Modality: B-mode breast ultrasound.
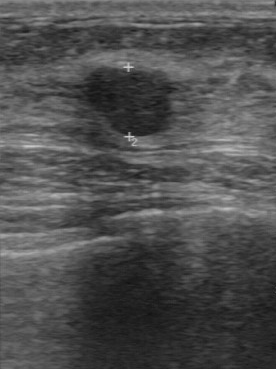
The mass was categorized BI-RADS 3 in the original read. Descriptors from an independent second read (not the reader who assigned the category): The lesion boundary is clear. The mass is hypoechoic. Margin: regular. No calcifications are seen. Biopsy showed fibroadenoma, a benign finding.